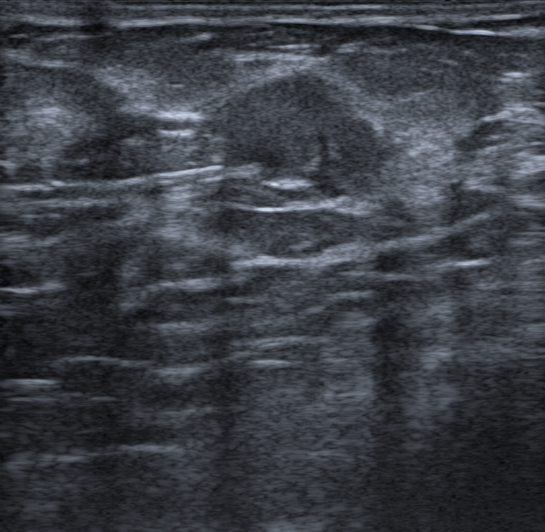
Modality: B-mode breast ultrasound.
Lesion characteristics:
- BI-RADS category: 4C
- posterior acoustic features: none
- echo pattern: hypoechoic
- biopsy or follow-up result: malignant
- skin thickening: absent
- lesion shape: irregular
- margin: not circumscribed - microlobulated and indistinct
- radiologic interpretation: Suspicion of malignancy
- calcifications: absent
- biopsy result: Cribriform carcinoma